Modality: breast ultrasound scan.
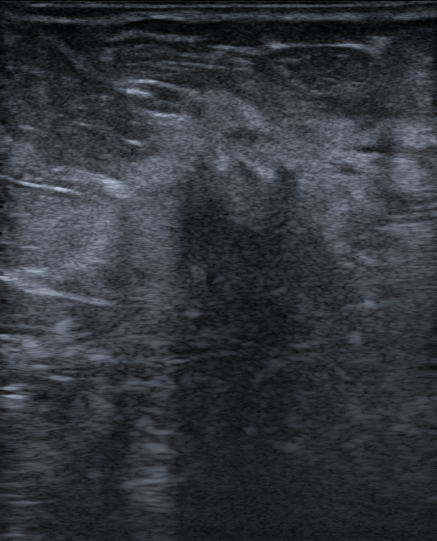
There is an irregular mass that is hypoechoic, with non-circumscribed (spiculated, angular and indistinct) margins. Posterior shadowing is present. An echogenic halo is present. BI-RADS assessment: 5; biopsy or follow-up result: malignant. Radiologic interpretation: Suspicion of malignancy.